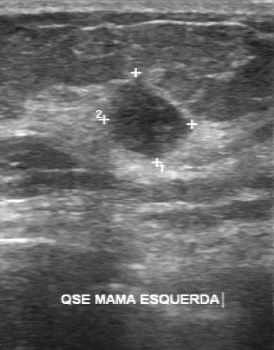
Modality: B-mode breast ultrasound.
The finding was assessed as BI-RADS 4 by the original reader. On a second read by an independent reader: Margin: regular. Its boundary is clear. Internally the finding is slightly hypoechoic. No calcifications are seen. Histopathology: invasive ductal carcinoma (malignant).